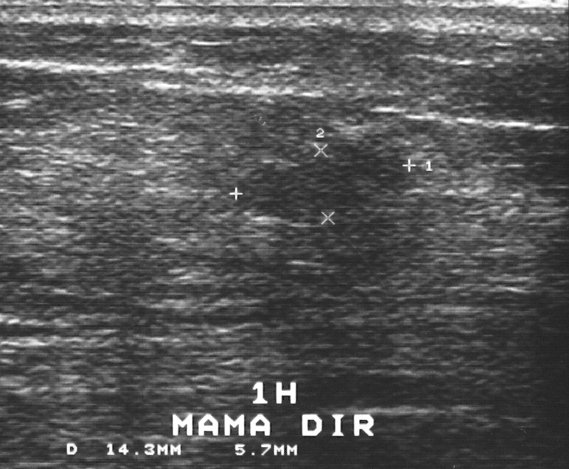
Imaging: breast US. Scanner: GE Logiq 5 @10-12MHz.
Biopsy or follow-up result: benign.